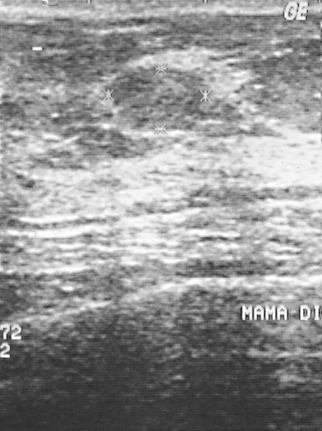
Modality: breast ultrasound scan.
BI-RADS assessment: 2. Outcome on biopsy or follow-up: benign.